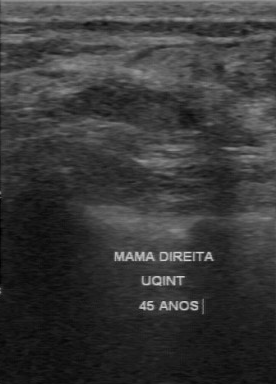
Breast sonogram.
BI-RADS: 2. Pathology: lipoma.